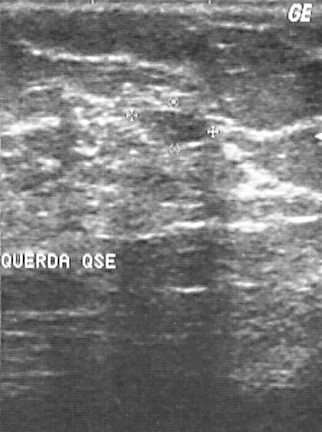
Modality: breast ultrasound.
Finding: mass, benign on biopsy or follow-up. BI-RADS 2.